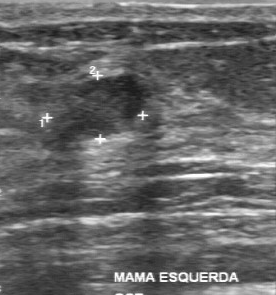
Imaging: breast ultrasound image.
Echo pattern: slightly hypoechoic. Biopsy or follow-up result is benign. Contour: partially regular. Lesion boundary is fairly clear. Calcifications are absent.